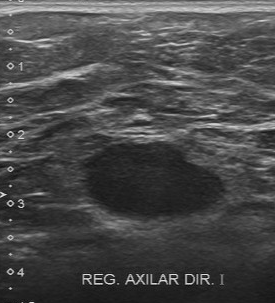
Modality: B-mode breast ultrasound. Acquired on Toshiba Aplio 300 @12-14 MHz.
Second-reader BI-RADS: 3. Boundary: clear. Lesion margin: regular. BI-RADS (first reader): 4. Echo pattern: hypoechoic. Calcifications: absent. Outcome on biopsy or follow-up: malignant.